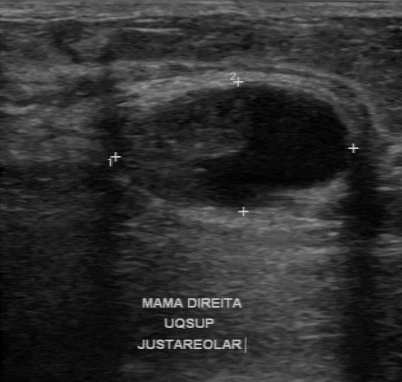
Breast ultrasound. Acquired on GE Logiq 7 @10-14MHz.
Coordinates are pixels in the 402x382 image. Lesion region of interest: (120, 81) to (347, 208). BI-RADS 4.